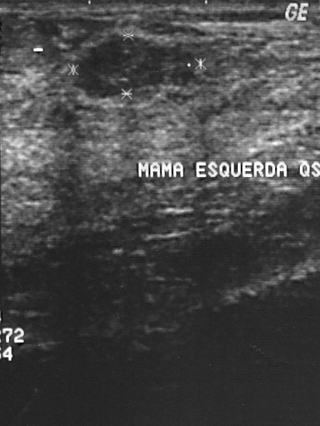
Modality: breast US.
Biopsy or follow-up result: benign. The biopsy result was fibroadenoma; the breast lesion is benign. The breast lesion is assessed as BI-RADS 2.